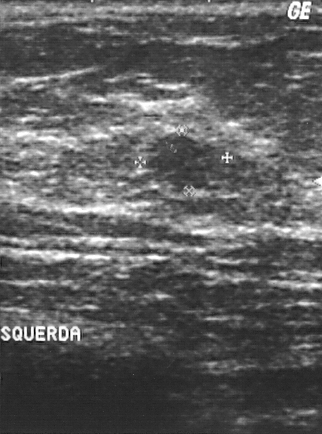
Breast ultrasound scan.
BI-RADS assessment: 3. The biopsy result was fibroadenoma. Biopsy or follow-up result: benign.